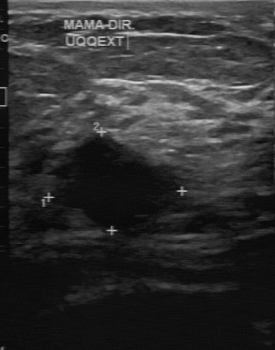
Breast ultrasound image.
Original-read BI-RADS category: 5. On a second read by an independent reader: Echo pattern: hypoechoic. There are no calcifications. The lesion boundary is somewhat unclear. The margin is partially regular. The biopsy result was invasive ductal carcinoma; the lesion is malignant.